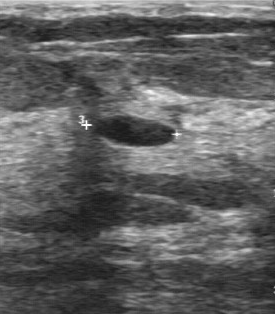
Modality: breast ultrasound image.
BI-RADS 2 in the original read. Findings on the second read (an independent reader): a hypoechoic finding, margin regular, boundary clear. No calcifications are seen. Biopsy showed cyst, a benign finding.